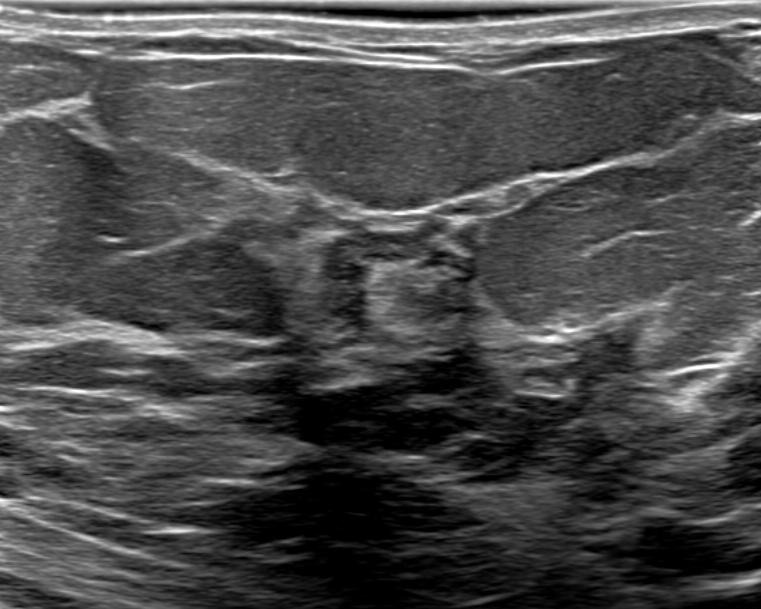
Breast sonogram.
The lesion is irregular and heterogeneous; its margin is not circumscribed (indistinct). There are no posterior acoustic features. The lesion is categorized as BI-RADS 4C; on biopsy or follow-up it was benign. Differential on reading: Suspicion of malignancy; Dysplasia. Biopsy result: Benign mammary dysplasia.